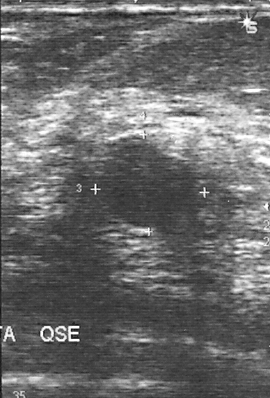
Modality: B-mode breast ultrasound.
Outcome on biopsy or follow-up: benign.